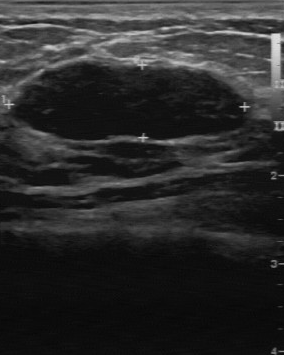
Imaging: breast ultrasound image.
BI-RADS category is 3. Outcome on biopsy or follow-up is benign. The pathology is fibroadenoma.